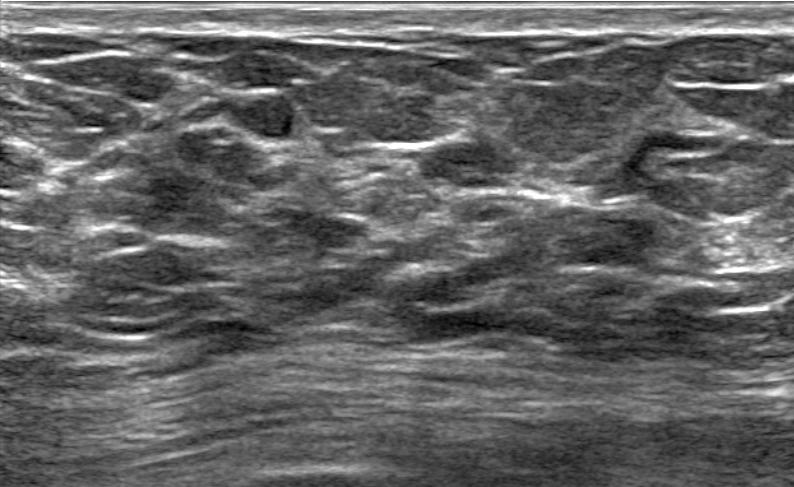
Background tissue composition: heterogeneous: predominantly fat. Imaging: breast ultrasound scan.
The breast lesion is located within the bounding box x1=226, y1=91, x2=298, y2=141. The breast lesion is benign on biopsy or follow-up. BI-RADS 4A.